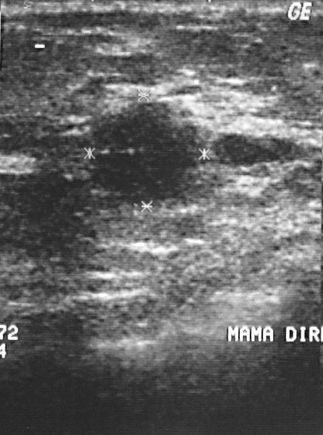
Imaging: breast ultrasound image.
- biopsy or follow-up result: malignant
- BI-RADS assessment: 4
- histopathology: invasive ductal carcinoma